Scanner: GE Logiq 5 @10-12MHz. B-mode breast ultrasound.
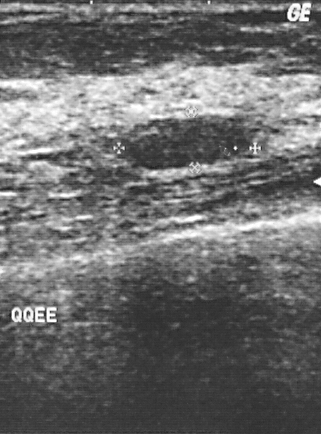
Coordinates are pixels in the 321x434 image. Breast lesion bounding box: (125,114)-(247,170).